Breast ultrasound image.
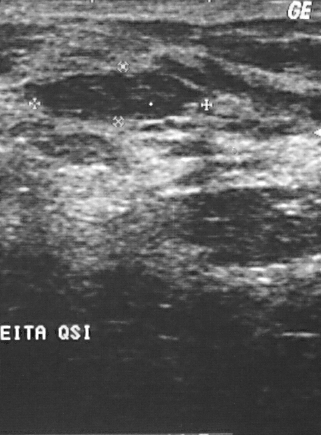
BI-RADS category 2.
Histopathology: fibroadenoma.
The finding is benign on biopsy or follow-up.